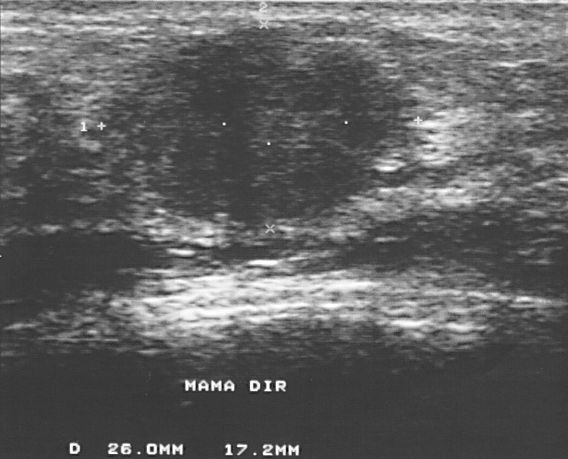
B-mode breast ultrasound.
This B-mode breast ultrasound shows a lesion. It was assessed as BI-RADS 4. Histopathology: invasive ductal carcinoma (malignant).